Modality: breast sonogram.
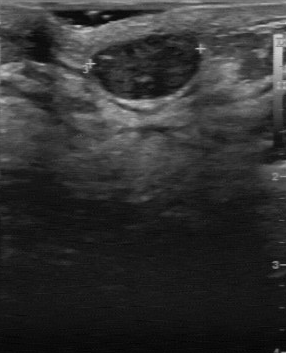
FINDINGS: Breast sonogram. Echo pattern: hypoechoic. Margin: regular. Independent BI-RADS assessment: 3. Outcome on biopsy or follow-up: benign.